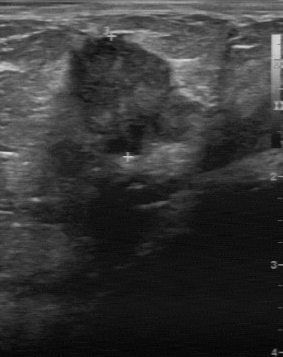
Modality: breast ultrasound image.
A breast lesion is seen with outcome on biopsy or follow-up: malignant, BI-RADS assessment: 5.